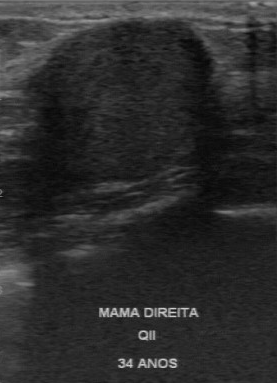
Acquired on GE Logiq 7 @10-14MHz. Modality: breast ultrasound.
- original BI-RADS: 2
- BI-RADS on independent re-read: 3